Acquired on GE Logiq 7 @10-14MHz. Breast ultrasound scan.
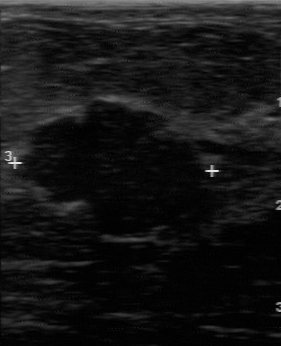
BI-RADS: 3.